B-mode breast ultrasound.
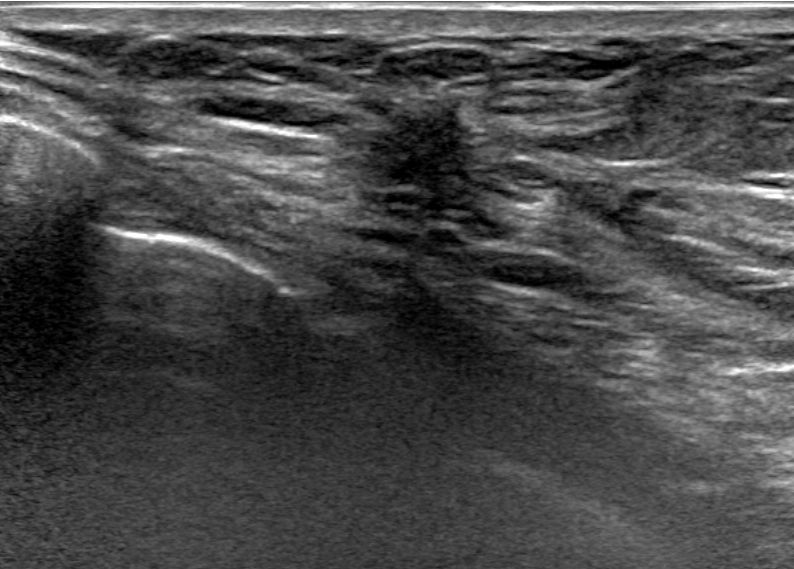
Biopsy or follow-up result: malignant.
Biopsy confirmed invasive carcinoma of no special type (NST).
Assigned BI-RADS 5.
Differential on reading: Suspicion of malignancy.
It has an irregular shape.
Margins are not circumscribed, with spiculated, angular and indistinct features.
Echogenicity: hypoechoic.
There is posterior acoustic shadowing.
There is no echogenic halo.
There are no calcifications.
There is no skin thickening.